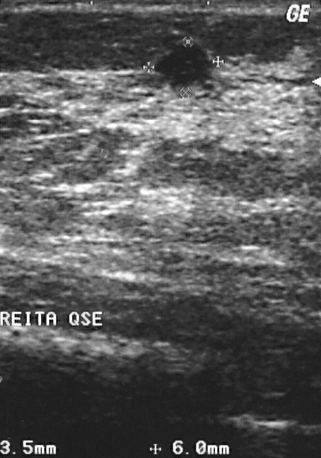
Breast ultrasound scan.
This lesion proved benign on biopsy or follow-up.
The biopsy result was cyst; the lesion is benign.
Assigned BI-RADS 2.